Scanner: Toshiba Aplio 300 @12-14 MHz. Imaging: breast ultrasound scan.
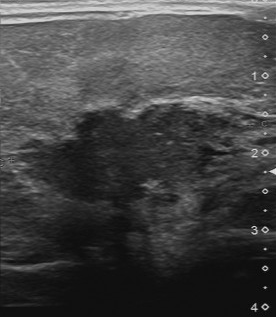
This breast ultrasound scan shows a breast lesion with BI-RADS: 5, histopathology: invasive ductal carcinoma.